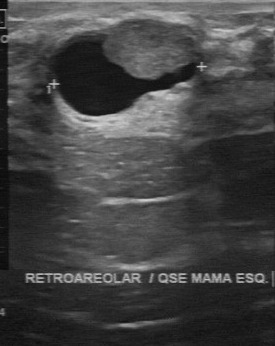
Imaging: breast ultrasound.
BI-RADS 4 in the original read; on a second read the margin is partially regular, the boundary clear and the finding mixed cystic and solid. No calcifications are seen. The biopsy result was intraductal papilloma; the finding is benign.